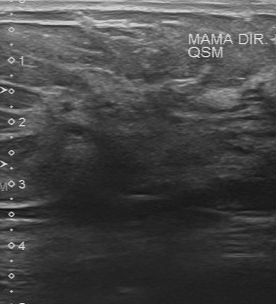
Breast ultrasound image.
Contour is irregular. The lesion boundary is unclear. The outcome on biopsy or follow-up is malignant. There are no calcifications. Echogenicity is slightly hypoechoic.